Breast ultrasound image.
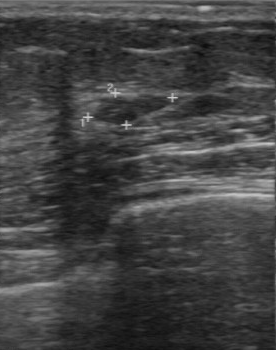
The original reader assigned BI-RADS 2. A second reader, independent of the original assessment, describes a hypoechoic breast lesion with a regular margin; the boundary is clear. Histopathology: fibroadenoma (benign).